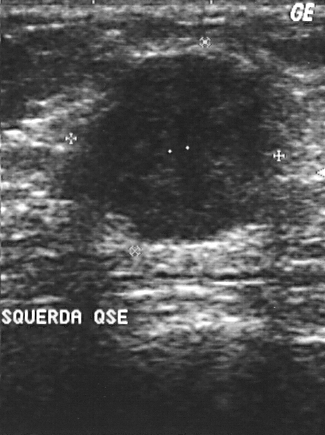
Modality: breast sonogram.
A breast lesion is seen. It was assessed as BI-RADS 4. Histopathology: invasive ductal carcinoma (malignant).